Breast US. Scanner: GE Logiq 7 @10-14MHz.
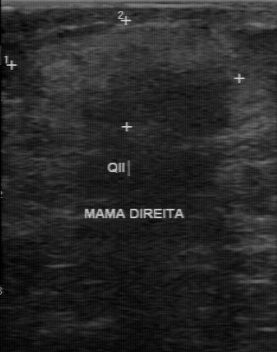
Lesion characteristics:
- biopsy or follow-up result: benign
- contour: regular
- boundary: fairly clear
- calcifications: none
- internal echoes: isoechoic